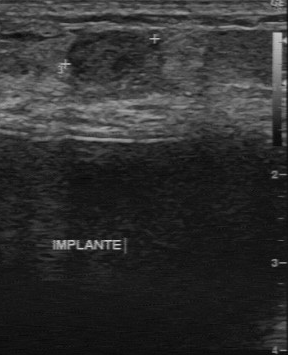
Imaging: breast ultrasound.
This breast ultrasound shows a finding with BI-RADS: 3.